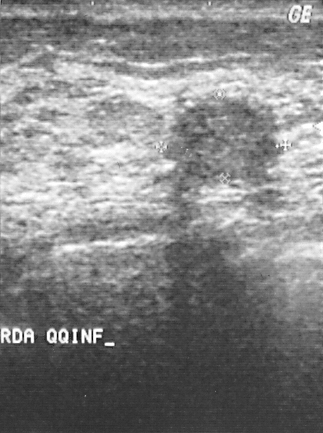
Modality: breast sonogram.
- BI-RADS assessment: 3
- biopsy result: fibroadenoma